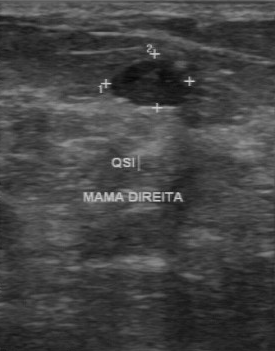
Imaging: breast ultrasound scan.
The lesion was categorized BI-RADS 3 in the original read. Descriptors from an independent second read (not the reader who assigned the category): The lesion is hypoechoic. Its boundary is fairly clear. Margin: regular. No calcifications are seen. Biopsy showed fibroadenoma, a benign finding.